Imaging: breast ultrasound image. Age 35.
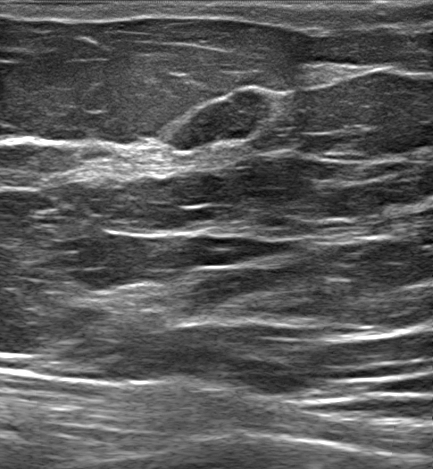
Coordinates are pixels in the 433x469 image. Lesion region of interest: x1=166, y1=88, x2=278, y2=152.